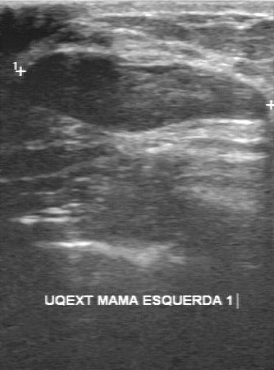
Modality: B-mode breast ultrasound.
Contour is partially regular. Biopsy result is hyperplasia. The lesion boundary is clear. Calcifications are absent. The internal echoes are hypoechoic.